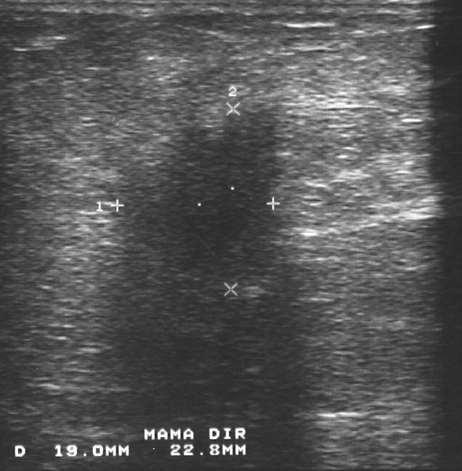
Imaging: breast sonogram. Acquired on GE Logiq 5 @10-12MHz.
This breast sonogram shows a mass. It was assessed as BI-RADS 5. Biopsy showed invasive ductal carcinoma, a malignant finding.